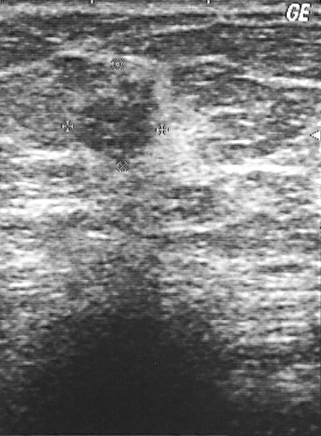
Modality: breast ultrasound.
(coordinates in a 321x436 pixel frame) Segment the lesion: bounding box (46,55)-(159,165). BI-RADS 4.